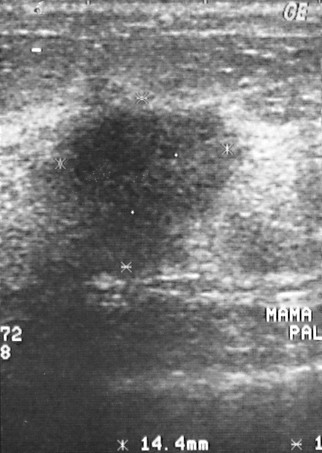
Imaging: breast ultrasound image.
Outcome on biopsy or follow-up: malignant. Biopsy showed invasive ductal carcinoma, a malignant finding. BI-RADS assessment: 4.